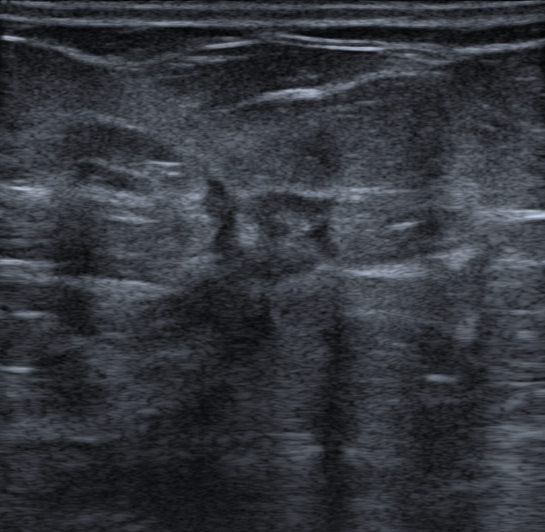
Modality: breast ultrasound image.
Findings: an irregular breast lesion of hypoechoic echotexture with margins that are not circumscribed (spiculated and angular). There is posterior shadowing. An echogenic halo is present. The breast lesion is categorized as BI-RADS 5; on biopsy or follow-up it was malignant. Differential on reading: Suspicion of malignancy. Biopsy confirmed invasive carcinoma of no special type (NST).